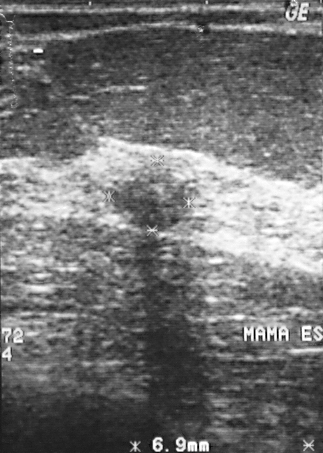
Breast ultrasound.
Mass: malignant on biopsy or follow-up.